Acquired on GE Logiq 5 @10-12MHz. Breast ultrasound scan.
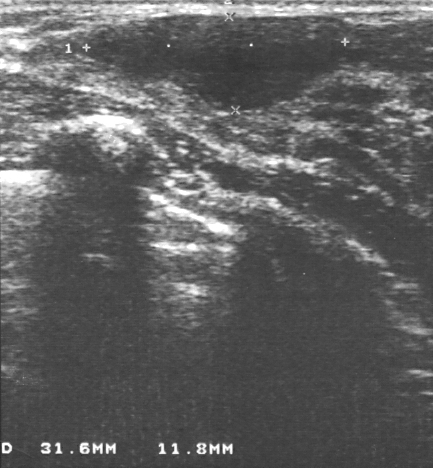
Breast ultrasound scan findings:
- BI-RADS assessment: 3